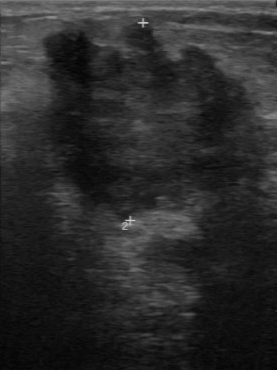
Scanner: GE Logiq 7 @10-14MHz. Breast ultrasound scan.
The lesion was assessed as BI-RADS 5 by the original reader. On a second, independent read, a lesion with an irregular margin and an unclear boundary is seen; it is heterogeneous. The biopsy result was invasive ductal carcinoma; the lesion is malignant.